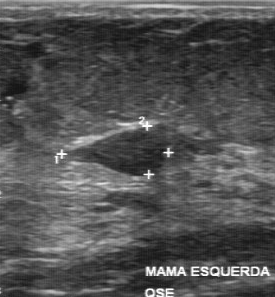
Modality: B-mode breast ultrasound.
BI-RADS 4 in the original read. Descriptors from an independent second read (not the reader who assigned the category): Its boundary is clear. Calcifications: none. The margin is regular. The finding is hypoechoic. Histopathology: fibroadenoma (benign).